Breast ultrasound.
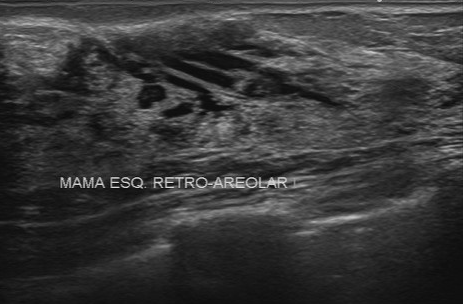
The finding is benign on biopsy or follow-up.